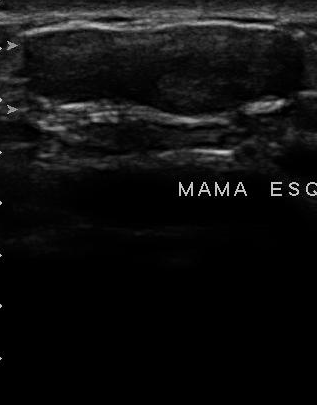
Breast ultrasound scan.
Lesion boundary is fairly clear. There are no calcifications. Original BI-RADS: 2. Second-reader BI-RADS: 4A. Echo pattern is hypoechoic.